Breast ultrasound image.
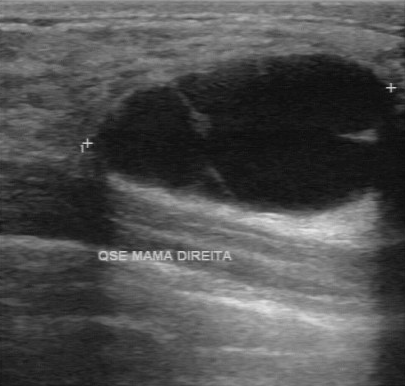
Coordinates are pixels in the 405x386 image. Lesion bounding box: (91,53)-(397,217). BI-RADS 2.